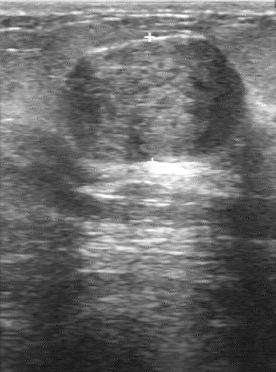
Breast US. Acquired on GE Logiq 7 @10-14MHz.
Outcome on biopsy or follow-up: benign. BI-RADS 4.